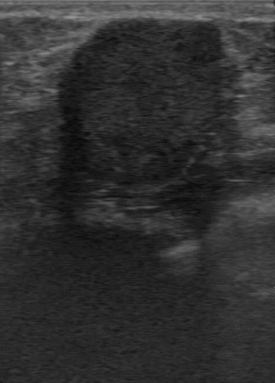
Breast US.
Original-read BI-RADS category: 2.
A second, independent read describes the mass as follows.
The mass has a regular margin.
Its boundary is clear.
The mass is hypoechoic.
There are no calcifications.
Biopsy showed mastitis, a benign finding.